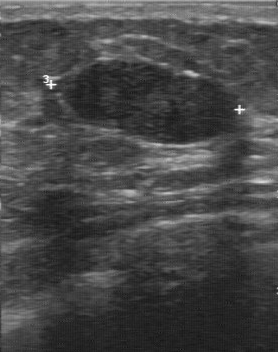
Imaging: breast ultrasound image.
Coordinates are pixels in the 278x352 image. Lesion bounding box: top-left (64, 58), bottom-right (234, 143). BI-RADS 3.